Modality: breast US.
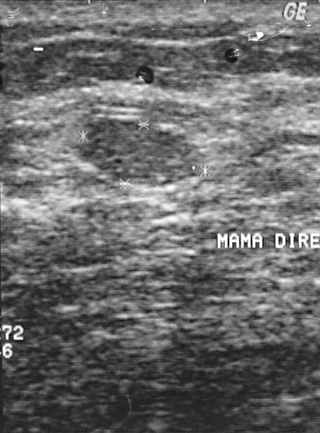
Biopsy or follow-up result: benign. (BI-RADS category 2.)